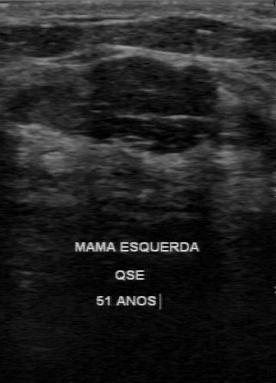
Acquired on GE Logiq 7 @10-14MHz. Modality: B-mode breast ultrasound.
Coordinates are pixels in the 276x383 image. The finding occupies approximately (82,59)-(219,152). BI-RADS 2.